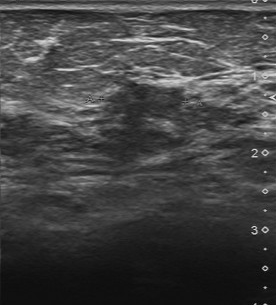
B-mode breast ultrasound.
The original reader assigned BI-RADS 4. A second, independent read describes the mass as follows. The margin is partially regular. The lesion boundary is somewhat unclear. Internally the mass is slightly hypoechoic. No calcifications are seen. Biopsy showed fibroadenoma, a benign finding.